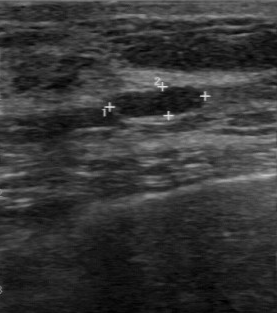
Scanner: GE Logiq 7 @10-14MHz. Imaging: breast ultrasound image.
Lesion characteristics:
- biopsy or follow-up result: benign
- independent BI-RADS assessment: 3
- histopathology: fibroadenoma